Imaging: breast sonogram. Scanner: GE Logiq 5 @10-12MHz.
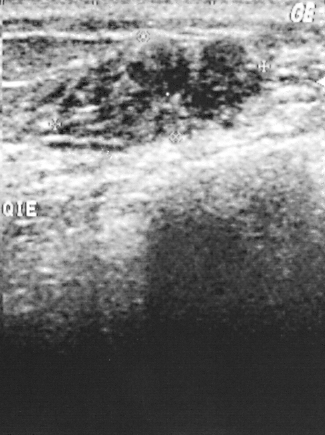
The BI-RADS assessment is 3.